Modality: breast ultrasound image.
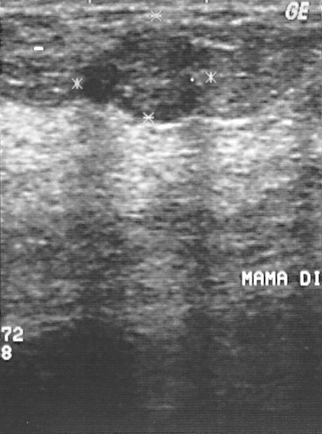
BI-RADS assessment: 2.
OUTCOME ON BIOPSY OR FOLLOW-UP: benign.